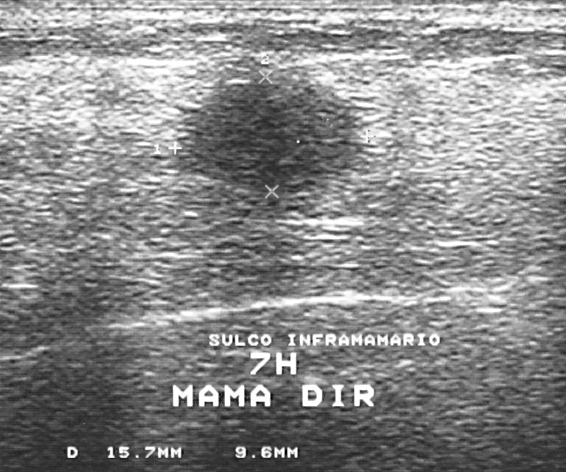
Modality: breast ultrasound.
Assigned BI-RADS 4. Histopathology: invasive ductal carcinoma. The lesion is malignant on biopsy or follow-up.